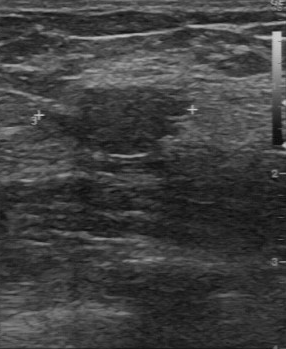
Breast US.
Breast US findings:
- lesion boundary: fairly clear
- BI-RADS (first reader): 4
- independent BI-RADS assessment: 4A